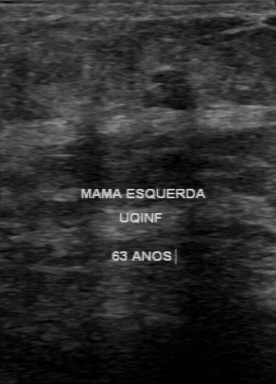
Breast ultrasound.
Calcifications: none. BI-RADS (second read): 3. Biopsy or follow-up result: benign. Original BI-RADS: 3. Boundary: clear.